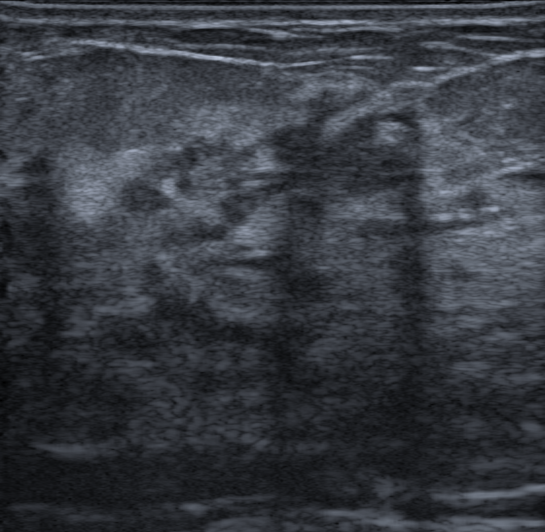
Breast ultrasound image.
Lesion: malignant on biopsy or follow-up. (BI-RADS category 4C.)